Modality: breast ultrasound scan.
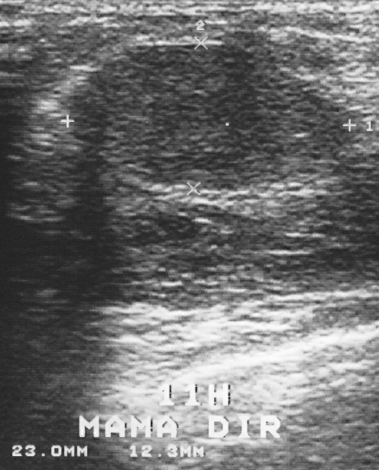
Biopsy or follow-up result: benign. (BI-RADS category 3.)